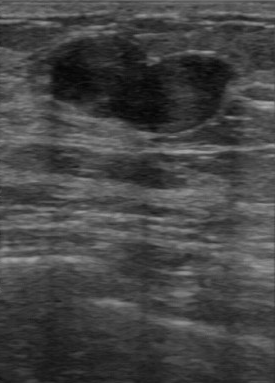
Modality: B-mode breast ultrasound. Scanner: GE Logiq 7 @10-14MHz.
BI-RADS 2 in the original read.
A second, independent read describes the finding as follows.
Internally the finding is hypoechoic.
The finding has a regular margin.
The lesion boundary is clear.
No calcifications are seen.
Histopathology: fibroadenoma (benign).